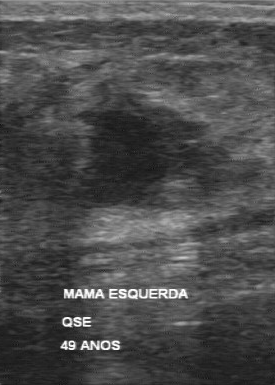
Imaging: breast ultrasound image.
Breast ultrasound image findings:
- BI-RADS: 5